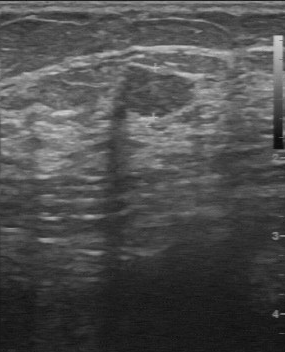
Imaging: B-mode breast ultrasound.
Biopsy or follow-up result: benign. (BI-RADS category 4.)